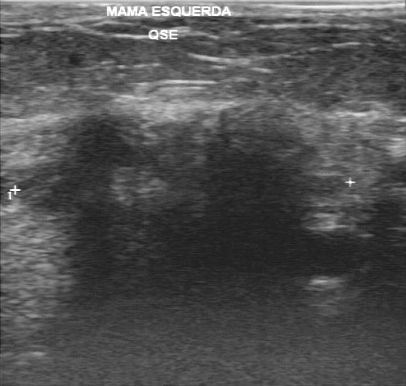
Modality: breast ultrasound. Scanner: GE Logiq 7 @10-14MHz.
Original-read BI-RADS category: 5.
The following findings are from a second reader, independent of the original assessment.
The margin is irregular.
Boundary: unclear.
Internally the finding is hypoechoic.
No calcifications are seen.
The biopsy result was invasive lobular carcinoma; the finding is malignant.